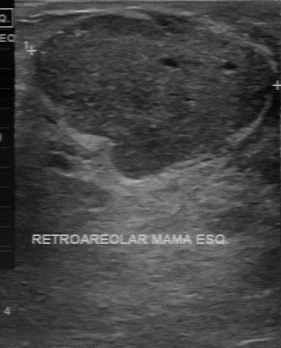
Imaging: breast ultrasound image.
The lesion occupies approximately x1=34, y1=16, x2=274, y2=178. The lesion is benign on biopsy or follow-up.